Breast US.
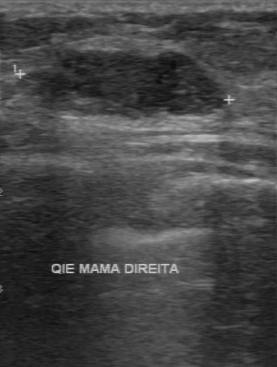
Coordinates are pixels in the 277x367 image. Mass bounding box: [40, 51, 223, 118]. The mass is benign on biopsy or follow-up.